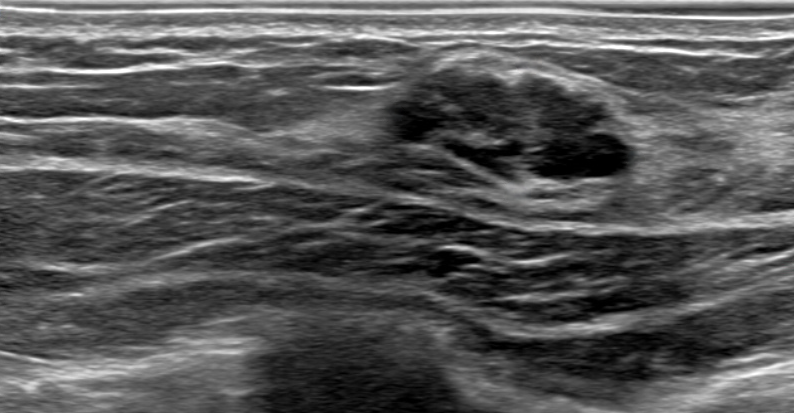
Background tissue composition: heterogeneous: predominantly fibroglandular. Breast sonogram.
Coordinates are pixels in the 794x413 image. The finding is located within the bounding box (388, 60) to (636, 185).